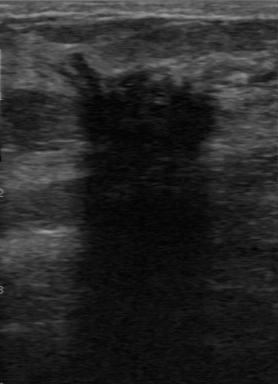
Modality: breast US.
Original-read BI-RADS category: 4. The following findings are from a second reader, independent of the original assessment. Margin: irregular. The lesion boundary is unclear. The finding is hypoechoic. Calcifications: suspected. Histopathology: invasive ductal carcinoma (malignant).